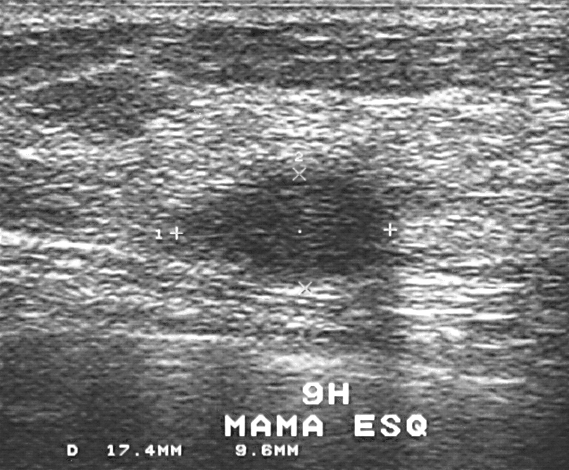
Modality: breast ultrasound scan.
Biopsy or follow-up result: benign.